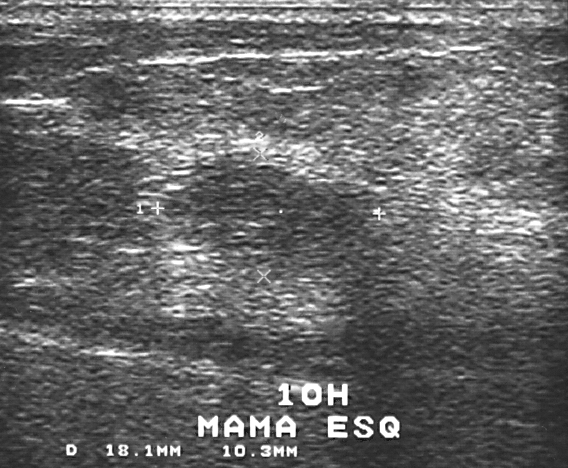
Imaging: breast sonogram.
A lesion is seen. It was assessed as BI-RADS 4. Biopsy showed invasive ductal carcinoma, a malignant finding.